Breast ultrasound scan.
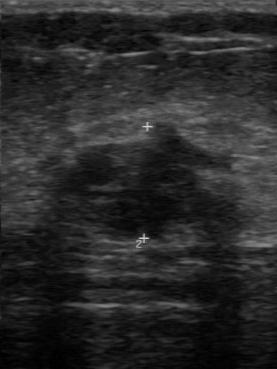
Calcifications: none. Internal echoes: hypoechoic. Boundary: unclear. Lesion margin: irregular.